Breast US.
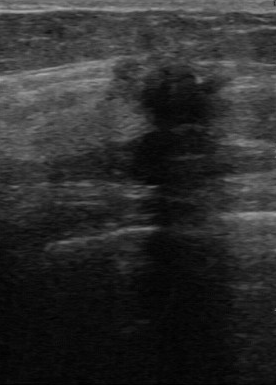
The original BI-RADS is 4. The independent BI-RADS assessment is 4B. Internal echoes: hypoechoic. The lesion margin is irregular. The pathology is invasive ductal carcinoma.